Age 39. Breast ultrasound image.
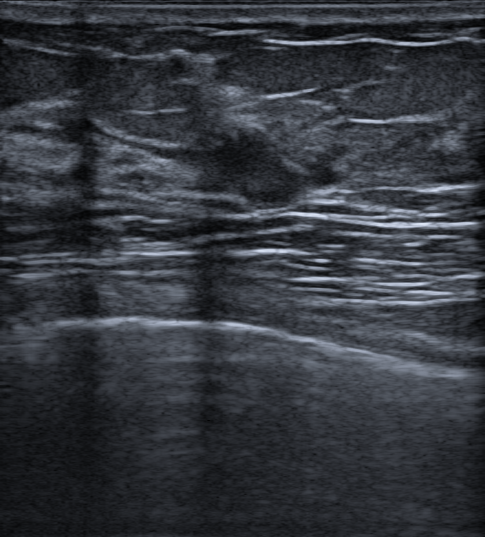
There is an oval breast lesion that is hypoechoic, with non-circumscribed (microlobulated and indistinct) margins. Posterior features: none. There is no echogenic halo. Skin thickening: none. The breast lesion is categorized as BI-RADS 4B; on biopsy or follow-up it was benign. Biopsy confirmed benign mammary dysplasia.